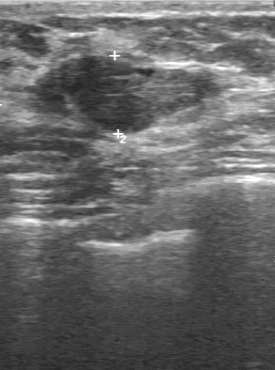
Modality: B-mode breast ultrasound.
Biopsy or follow-up result: benign. (BI-RADS category 3.)